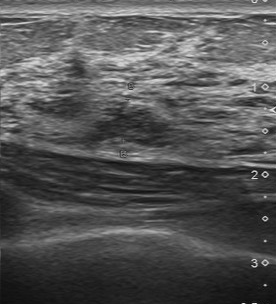
Imaging: breast ultrasound.
- second-reader BI-RADS: 4A